Breast ultrasound scan.
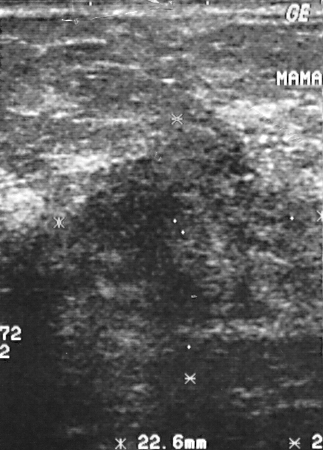
Coordinates are pixels in the 323x450 image. Breast lesion bounding box: x1=61, y1=91, x2=304, y2=337. BI-RADS 5.